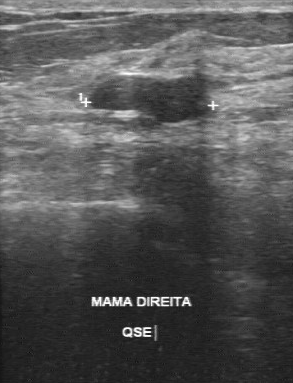
Imaging: breast sonogram.
BI-RADS 3 in the original read; on a second read the margin is regular, the boundary clear and the finding hypoechoic. Biopsy showed fibroadenoma, a benign finding.